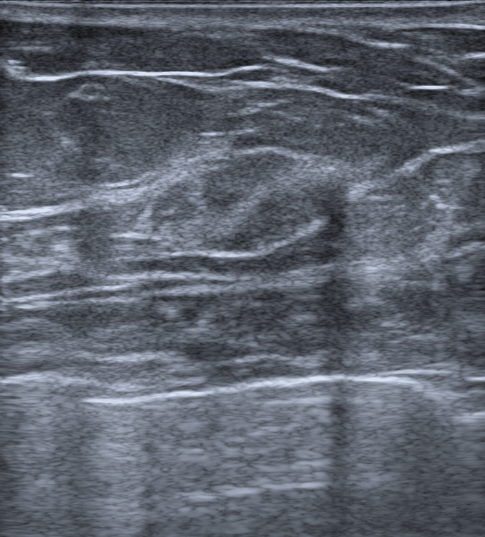
Background tissue composition: heterogeneous: predominantly fat. Breast US.
Finding: mass, benign on biopsy or follow-up.